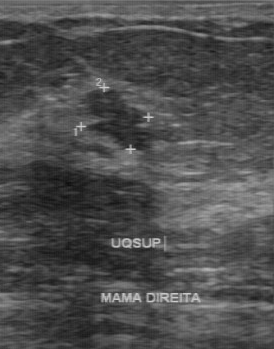
B-mode breast ultrasound.
This B-mode breast ultrasound shows a finding, benign on biopsy or follow-up. BI-RADS 4.